Imaging: breast ultrasound scan.
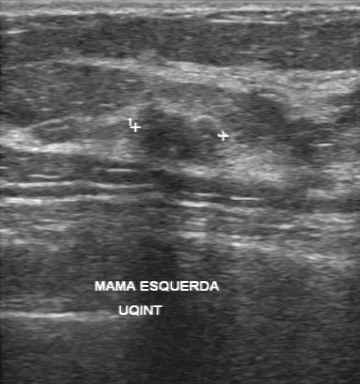
The finding demonstrates calcifications: suspected, fairly clear boundary, independent BI-RADS assessment: 4A, partially regular lesion margin, slightly hypoechoic internal echoes.